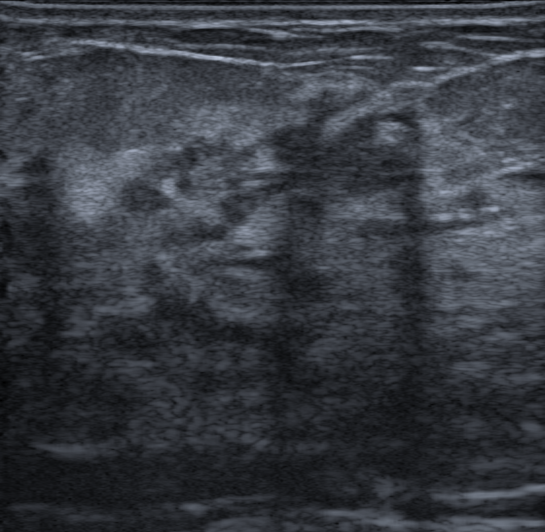
Imaging: B-mode breast ultrasound. Background echotexture is heterogeneous: predominantly fibroglandular. Age 42.
There is no echogenic halo. The posterior features are shadowing. The calcifications are intraductal. The BI-RADS is 4C. The shape is irregular. There is no skin thickening.